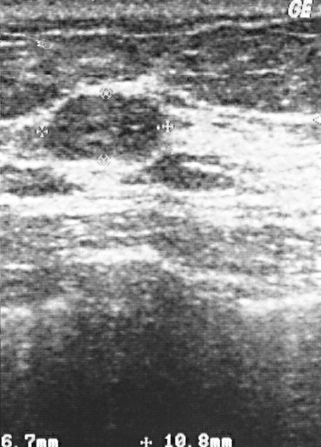
Breast ultrasound. Acquired on GE Logiq 5 @10-12MHz.
The finding demonstrates confirmed outcome (biopsy or follow-up): benign, BI-RADS: 2.